B-mode breast ultrasound.
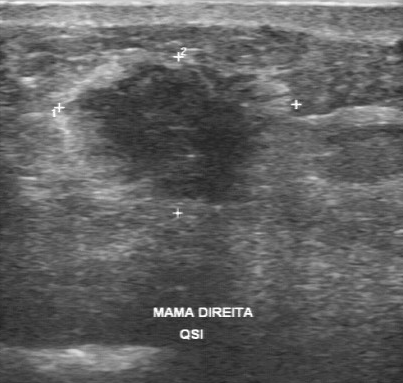
This B-mode breast ultrasound shows a lesion with BI-RADS (second read): 4C, irregular lesion margin, original BI-RADS: 5, calcifications: none.